Modality: breast ultrasound.
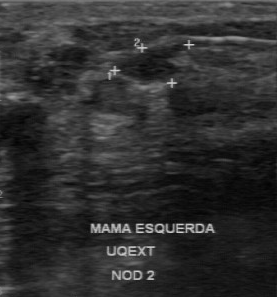
BI-RADS assessment is 4.